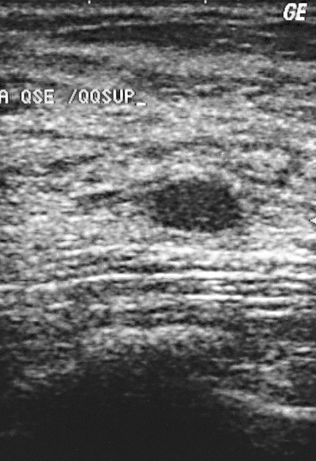
Imaging: breast US.
BI-RADS assessment: 3. Histopathology: fibroadenoma. This breast lesion proved benign on biopsy or follow-up.